Modality: breast US.
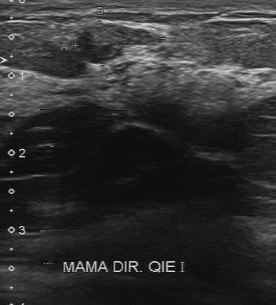
The BI-RADS category is 4. The outcome on biopsy or follow-up is benign.